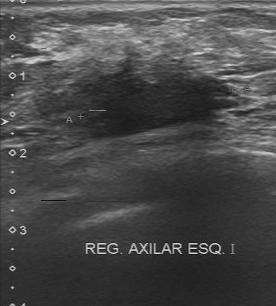
Modality: B-mode breast ultrasound.
FINDINGS: Confirmed outcome (biopsy or follow-up): malignant. BI-RADS: 4. Histopathology: invasive lobular carcinoma.
OUTCOME ON BIOPSY OR FOLLOW-UP: malignant.